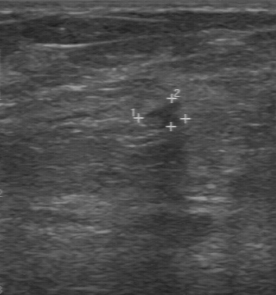
Scanner: GE Logiq 7 @10-14MHz. Breast ultrasound.
BI-RADS 3 in the original read. A second, independent read describes the lesion as follows. Margin: irregular. Boundary: unclear. Echo pattern: slightly hypoechoic. No calcifications are seen. Biopsy showed invasive ductal carcinoma, a malignant finding.